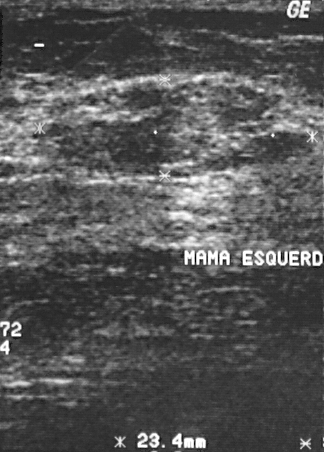
Modality: breast sonogram.
Outcome on biopsy or follow-up: benign. (BI-RADS category 3.)